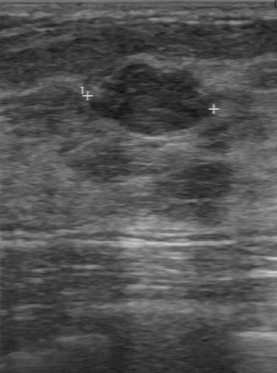
Modality: breast US.
Breast US findings:
- BI-RADS on independent re-read: 3
- pathology: fibroadenoma
- internal echoes: hypoechoic
- boundary: clear